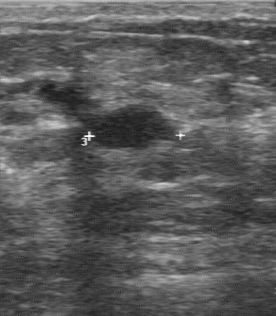
B-mode breast ultrasound.
Lesion margin: regular. No calcifications are seen. Lesion boundary is clear. The echo pattern is hypoechoic.